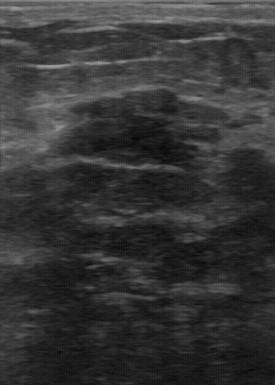
Scanner: GE Logiq 7 @10-14MHz. Imaging: B-mode breast ultrasound.
The lesion was categorized BI-RADS 4 in the original read. On a second read by an independent reader: Its boundary is fairly clear. The lesion has a partially regular margin. Echo pattern: hypoechoic. No calcifications are seen. Biopsy showed fibroadenoma, a benign finding.